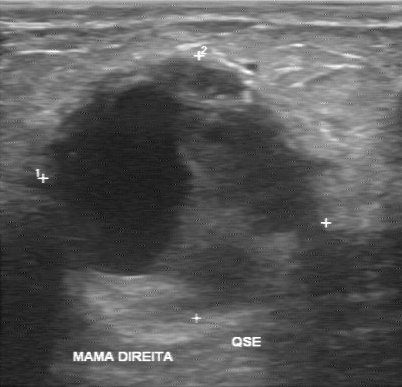
Imaging: breast ultrasound scan.
The BI-RADS on independent re-read is 4C. Outcome on biopsy or follow-up: malignant.